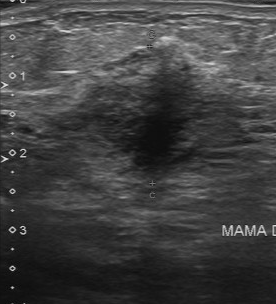
Breast sonogram.
The breast lesion was assessed as BI-RADS 5 by the original reader.
On a second read by an independent reader:
No calcifications are seen.
The breast lesion is heterogeneous.
Its boundary is unclear.
Margin: irregular.
Histopathology: invasive ductal carcinoma (malignant).